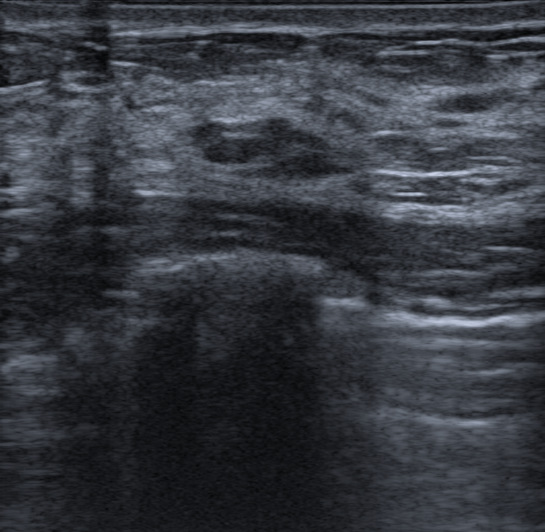
Modality: breast sonogram.
There is an oval lesion that is heterogeneous, with circumscribed margins. There are no posterior acoustic features. BI-RADS 3; outcome on biopsy or follow-up: benign. Differential on reading: Complex cyst / Non-simple cyst; Fibroadenoma. The finding was confirmed by follow-up care.